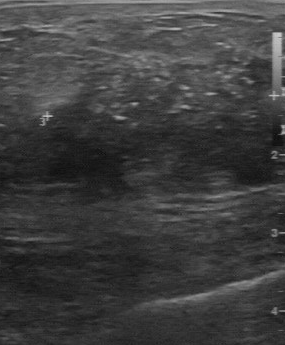
Modality: B-mode breast ultrasound.
The lesion was categorized BI-RADS 4 in the original read. On a second, independent read, a lesion with an irregular margin and an unclear boundary is seen; it is heterogeneous. Calcifications: multiple clustered microcalcifications. Biopsy showed invasive ductal carcinoma, a malignant finding.